Modality: breast ultrasound.
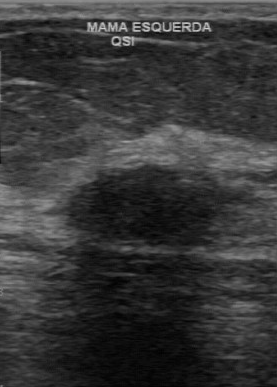
BI-RADS 3 in the original read. Findings on the second read (an independent reader): a hypoechoic mass, margin regular, boundary clear. The biopsy result was fibroadenoma; the mass is benign.